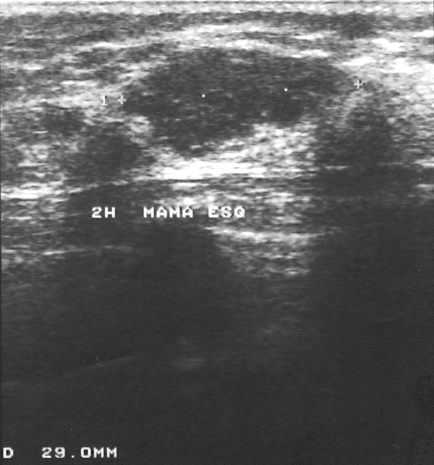
Modality: breast sonogram.
A lesion is seen. BI-RADS category 4. Biopsy showed fibroadenoma, a benign finding.